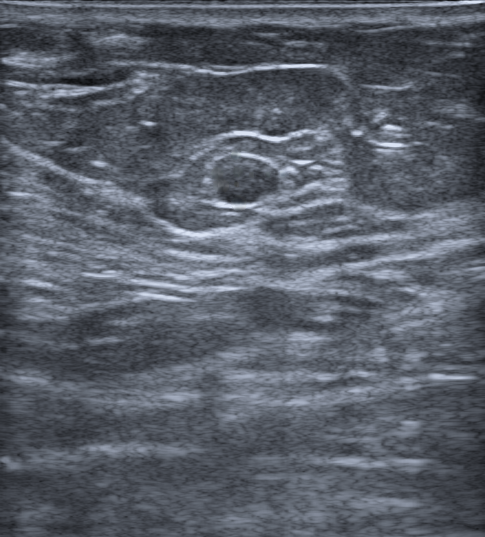
Modality: breast US.
Pixel coordinates (x1, y1, x2, y2): The lesion occupies approximately 216 152 283 202.